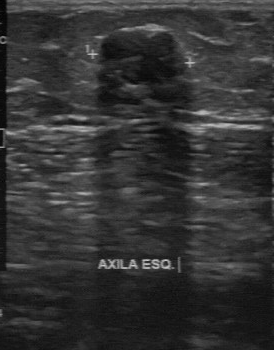
Imaging: breast US.
Biopsy or follow-up result: benign. BI-RADS 2.